Imaging: breast ultrasound.
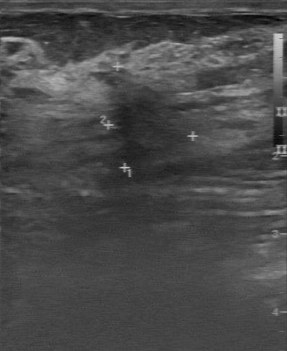
Outcome on biopsy or follow-up: benign.